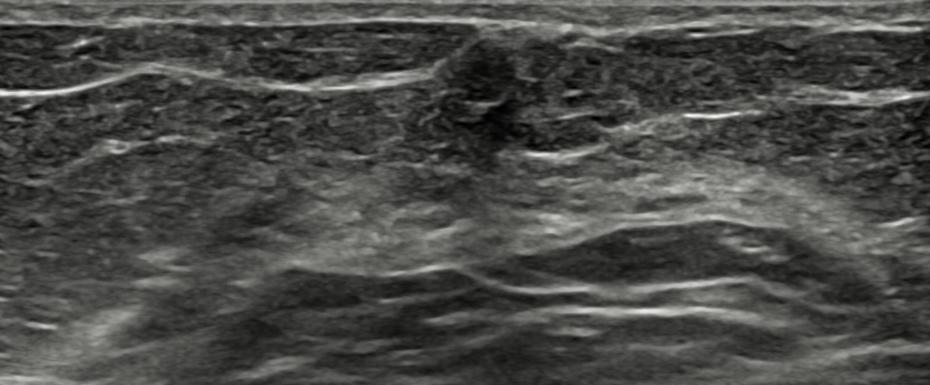
Breast sonogram.
The mass is benign on biopsy or follow-up. BI-RADS 3.